Imaging: breast ultrasound.
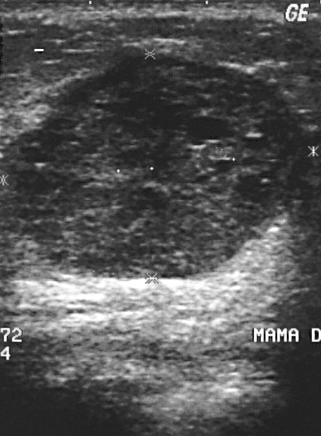
(coordinates in a 321x436 pixel frame) Mass bounding box: [12, 54, 314, 282]. The mass is malignant on biopsy or follow-up.